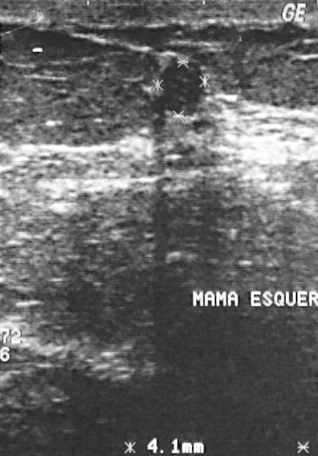
Modality: breast sonogram.
A finding is seen with BI-RADS: 2, outcome on biopsy or follow-up: benign.